Modality: breast ultrasound scan.
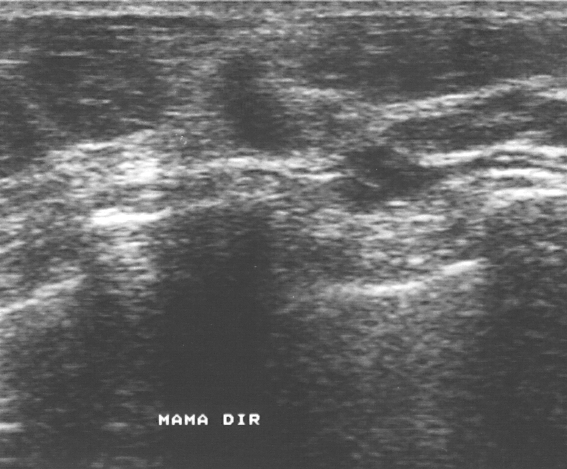
The biopsy result was invasive ductal carcinoma. The finding is assessed as BI-RADS 4. Biopsy or follow-up result: malignant.